B-mode breast ultrasound.
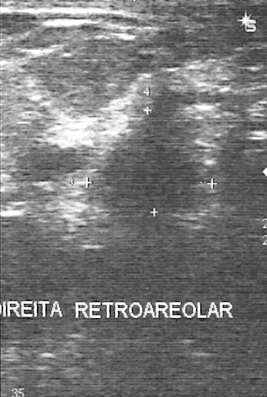
The biopsy result was invasive ductal carcinoma; the mass is malignant. Assigned BI-RADS 5. Outcome on biopsy or follow-up: malignant.